Modality: breast ultrasound scan.
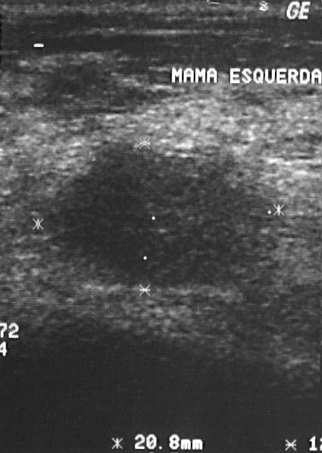
Coordinates are pixels in the 322x453 image. Finding bounding box: [42, 143, 277, 289]. The finding is malignant on biopsy or follow-up. BI-RADS 4.